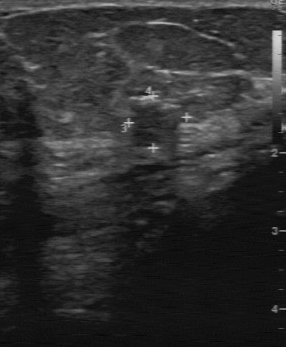
Imaging: breast ultrasound image.
Breast ultrasound image findings:
- confirmed outcome (biopsy or follow-up): benign
- BI-RADS: 4